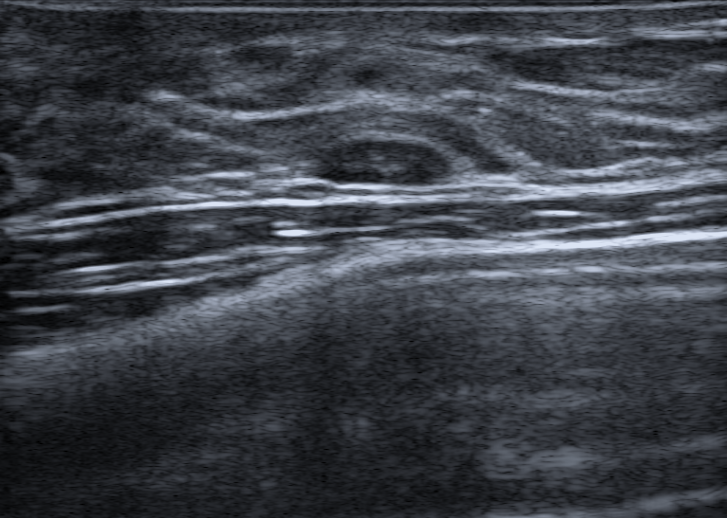
Imaging: breast ultrasound scan. Background echotexture is homogeneous: fibroglandular. Age 37.
There is an oval mass that is heterogeneous, with circumscribed margins. No posterior acoustic features are seen. BI-RADS 2; outcome on biopsy or follow-up: benign. The finding was confirmed by follow-up care.